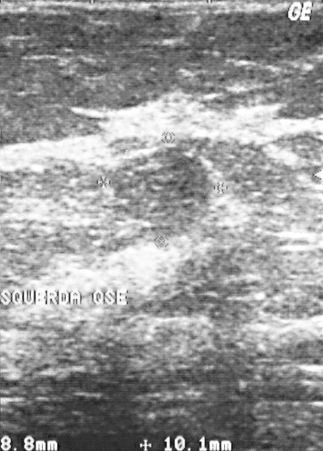
Modality: breast ultrasound.
FINDINGS: BI-RADS assessment: 2.
OUTCOME ON BIOPSY OR FOLLOW-UP: benign.